Modality: B-mode breast ultrasound.
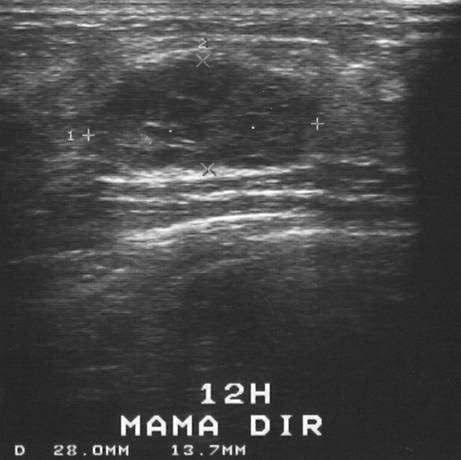
(coordinates in a 461x460 pixel frame) Lesion region of interest: 90 61 323 171. The breast lesion is benign on biopsy or follow-up. BI-RADS 4.